Modality: breast sonogram.
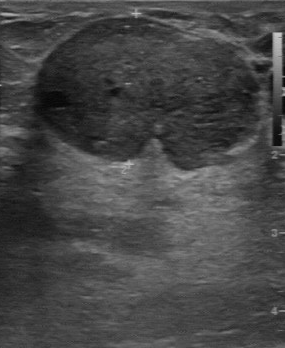
Finding: mass, benign on biopsy or follow-up.